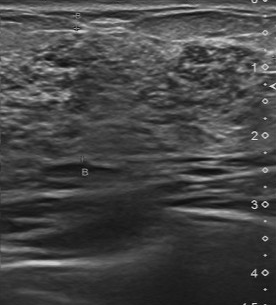
Imaging: breast ultrasound.
Original-read BI-RADS category: 4. On a second read by an independent reader: Boundary: unclear. The mass is heterogeneous. The margin is irregular. There are multiple calcifications. Histopathology: invasive ductal carcinoma (malignant).